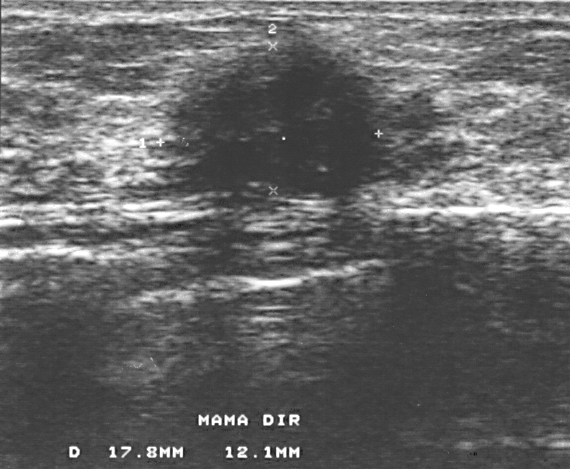
Modality: breast sonogram.
FINDINGS: Biopsy or follow-up result: malignant. BI-RADS assessment: 4.
OUTCOME ON BIOPSY OR FOLLOW-UP: malignant.